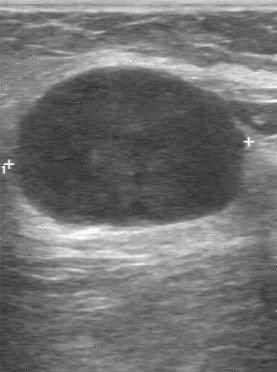
Modality: breast ultrasound scan.
Outcome on biopsy or follow-up is malignant. Echo pattern: hypoechoic. The second-reader BI-RADS is 4A. Calcifications are absent. Contour: regular.